Modality: breast ultrasound image. Acquired on Toshiba Aplio 300 @12-14 MHz.
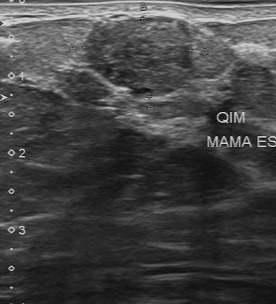
The independent BI-RADS assessment is 4A. The calcifications are suspected. The contour is regular. The lesion boundary is clear. Biopsy or follow-up result: benign. Echo pattern: slightly hypoechoic.